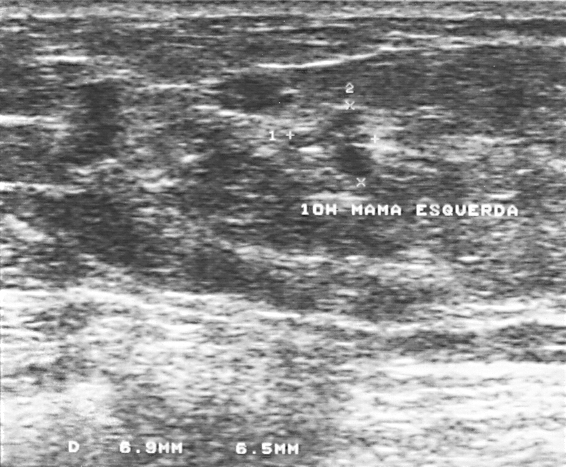
Modality: breast sonogram.
A mass is seen. Assessment: BI-RADS 4. Histopathology: invasive ductal carcinoma (malignant).